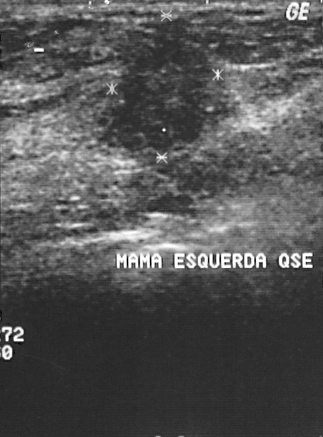
Breast sonogram.
Pixel coordinates (x1, y1, x2, y2): The breast lesion occupies approximately top-left (104, 37), bottom-right (211, 151).